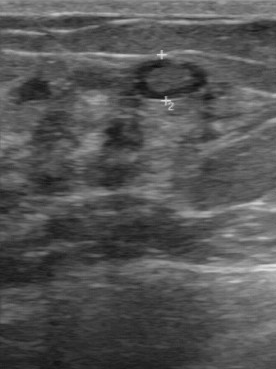
Scanner: GE Logiq 7 @10-14MHz. Imaging: breast ultrasound image.
The mass was categorized BI-RADS 2 in the original read.
On a second read by an independent reader:
The margin is regular.
Boundary: clear.
Internally the mass is hypoechoic.
Calcifications: none.
The biopsy result was fibroadenoma; the mass is benign.